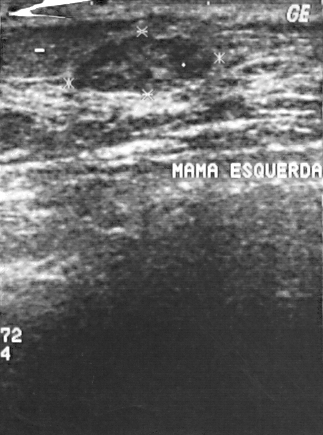
Imaging: B-mode breast ultrasound.
Lesion bounding box: [74, 34, 212, 92]. The lesion is benign on biopsy or follow-up.